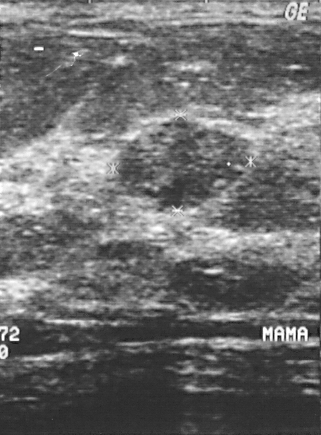
Modality: breast ultrasound image.
Coordinates are pixels in the 321x435 image. The finding occupies approximately x1=110, y1=116, x2=254, y2=210. The finding is benign on biopsy or follow-up.